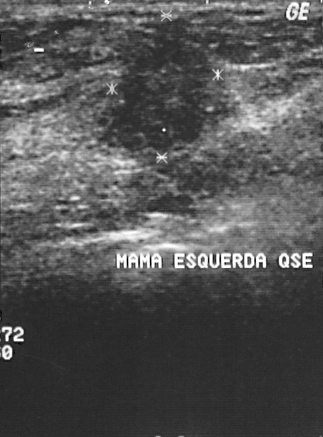
B-mode breast ultrasound.
Biopsy or follow-up result: malignant. BI-RADS 4.